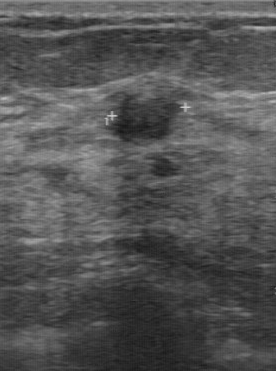
Imaging: breast US.
Biopsy or follow-up result: benign. BI-RADS is 4. Histopathology is fibrocystic changes.